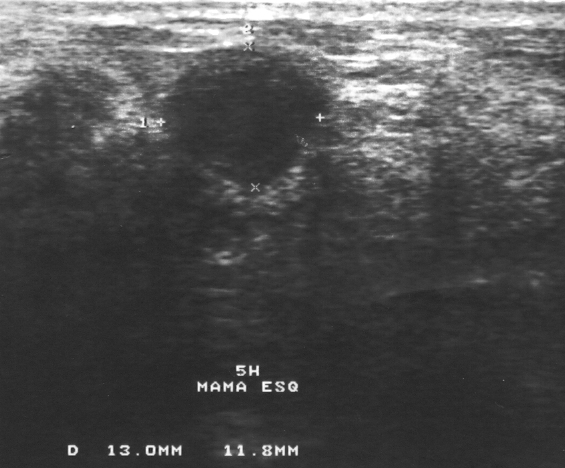
Modality: breast sonogram. Acquired on GE Logiq 5 @10-12MHz.
Biopsy or follow-up result: benign.